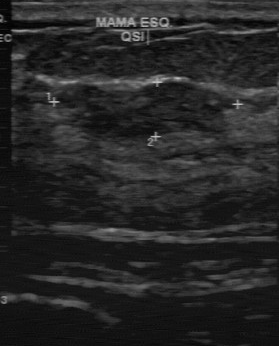
Breast ultrasound scan.
BI-RADS 4 in the original read; on a second read the margin is partially regular, the boundary fairly clear and the finding slightly hypoechoic. No calcifications are seen. Histopathology: fibroadenoma (benign).